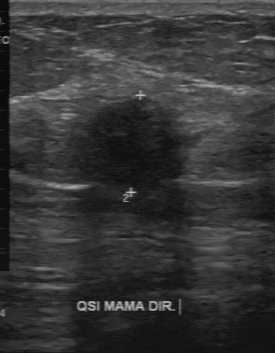
Breast ultrasound.
BI-RADS 4 in the original read. On a second, independent read, a lesion with an irregular margin and an unclear boundary is seen; it is hypoechoic. Calcifications: none. Histopathology: medullary carcinoma (malignant).